B-mode breast ultrasound.
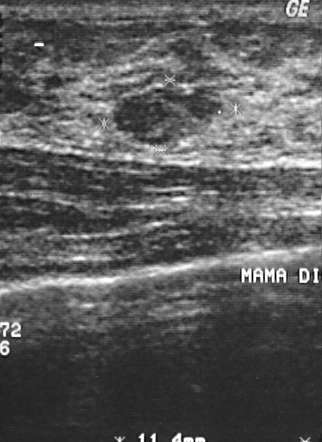
B-mode breast ultrasound findings:
- histopathology: fibroadenoma
- BI-RADS: 2